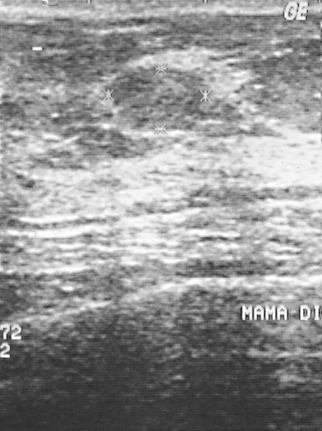
Modality: breast ultrasound scan.
(coordinates in a 322x431 pixel frame) The breast lesion occupies approximately [106, 67, 204, 130]. BI-RADS 2.